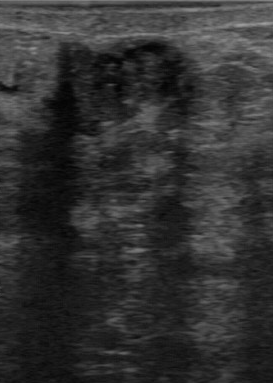
Breast US.
The mass was categorized BI-RADS 4 in the original read.
On a second read by an independent reader:
The margin is partially regular.
Boundary: somewhat unclear.
Internally the mass is heterogeneous.
Calcifications: suspected.
Biopsy showed invasive ductal carcinoma, a malignant finding.